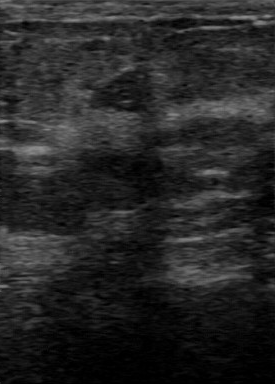
Imaging: breast ultrasound image.
Biopsy or follow-up result: benign. BI-RADS 3.